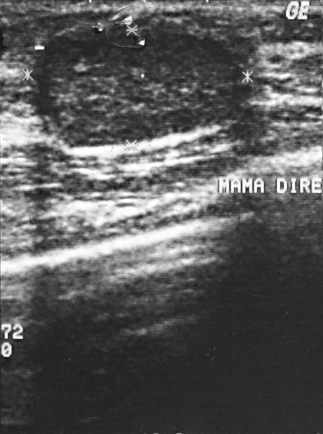
Scanner: GE Logiq 5 @10-12MHz. Modality: breast sonogram.
This breast sonogram shows a mass. It was assessed as BI-RADS 2. Pathology confirmed benign fibroadenoma.